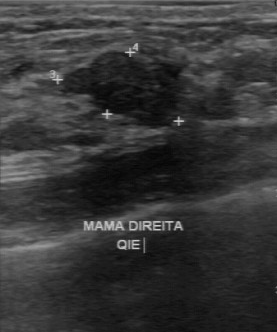
Breast US.
Outcome on biopsy or follow-up: benign. (BI-RADS category 3.)